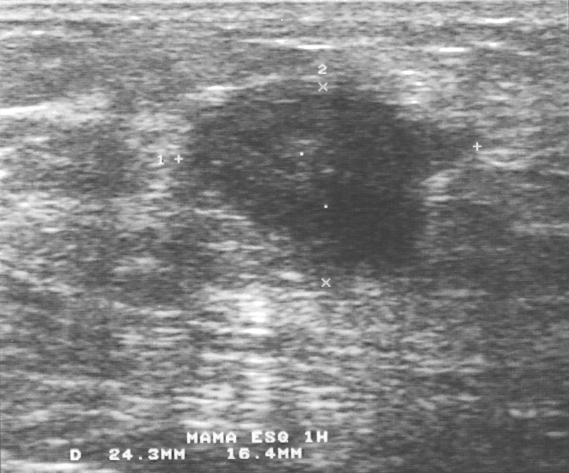
Imaging: breast ultrasound scan.
This breast ultrasound scan shows a finding with biopsy or follow-up result: malignant, BI-RADS assessment: 4, biopsy result: invasive ductal carcinoma.